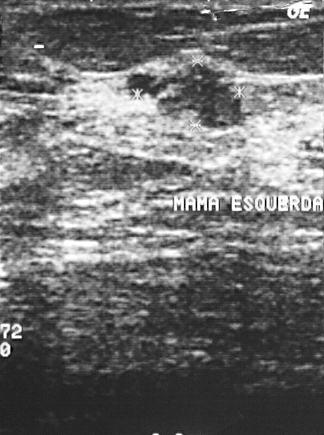
Modality: breast ultrasound.
This breast ultrasound shows a breast lesion, benign on biopsy or follow-up. (BI-RADS category 4.)